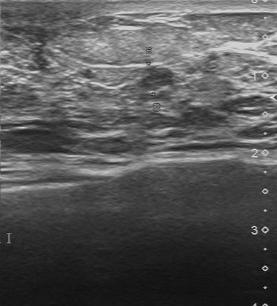
Breast US.
FINDINGS: Second-reader BI-RADS: 2. Echogenicity: slightly hypoechoic. Outcome on biopsy or follow-up: benign. Original BI-RADS: 3.
OUTCOME ON BIOPSY OR FOLLOW-UP: benign.